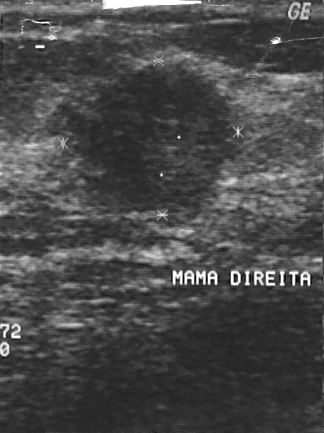
Breast ultrasound.
This breast ultrasound shows a breast lesion with outcome on biopsy or follow-up: malignant, BI-RADS category: 4.